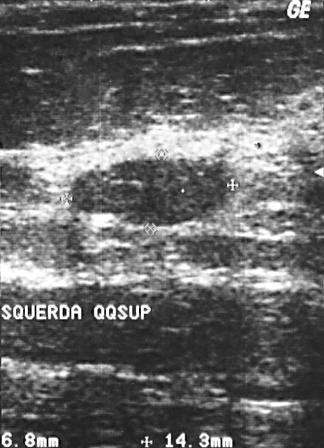
Modality: breast US.
Coordinates are pixels in the 324x448 image. The mass occupies approximately x1=74, y1=157, x2=226, y2=224. BI-RADS 2.